B-mode breast ultrasound. Scanner: GE Logiq 7 @10-14MHz.
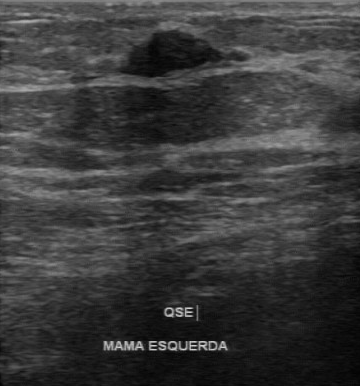
- calcifications: absent
- margin: regular
- original BI-RADS: 4
- BI-RADS (second read): 3